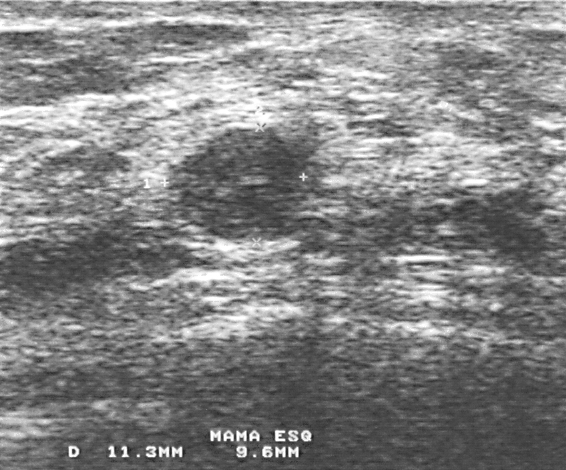
Imaging: B-mode breast ultrasound.
Lesion characteristics:
- pathology: intraductal papilloma
- BI-RADS: 4
- confirmed outcome (biopsy or follow-up): benign